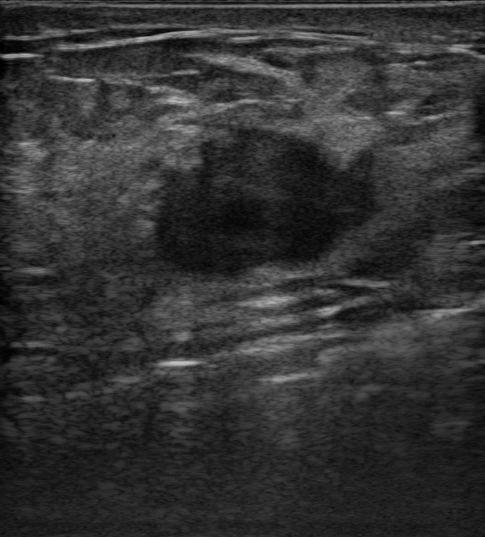
Background echotexture is heterogeneous: predominantly fat. Breast ultrasound scan.
Breast ultrasound scan findings:
- echogenic halo: absent
- calcifications: absent
- biopsy result: Invasive carcinoma of no special type (NST)
- BI-RADS assessment: 4C
- lesion shape: irregular
- skin thickening: absent
- posterior acoustic features: absent
- biopsy or follow-up result: malignant
- echotexture: hypoechoic
- borders: not circumscribed - microlobulated